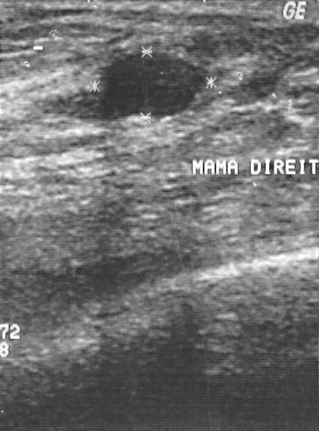
Imaging: breast ultrasound.
Biopsy showed fibrocystic changes, a benign finding. The mass is assessed as BI-RADS 2.